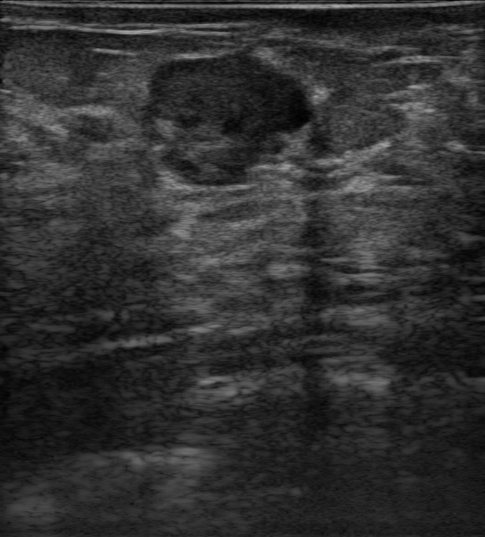
Breast ultrasound image. Age 41. Background tissue composition: heterogeneous: predominantly fibroglandular.
Pixel coordinates (x1, y1, x2, y2): Segment the mass: bounding box top-left (141, 52), bottom-right (314, 195). BI-RADS 4B.